Breast US.
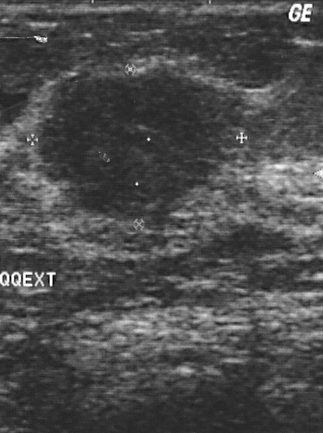
Lesion: malignant on biopsy or follow-up.